Modality: breast ultrasound image.
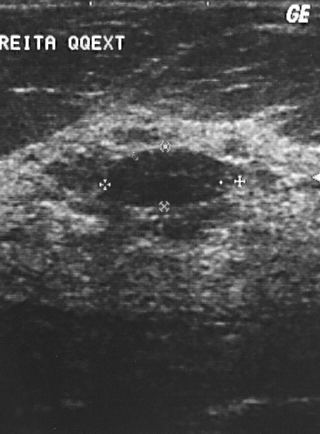
Biopsy or follow-up result: benign. (BI-RADS category 2.)